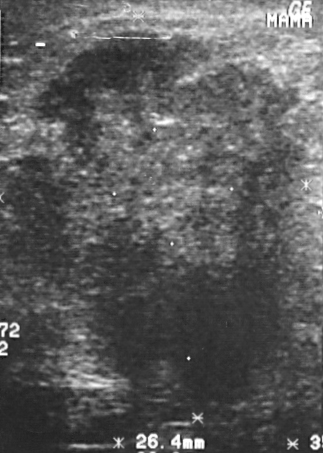
Breast ultrasound scan.
BI-RADS assessment: 5. Pathology confirmed invasive ductal carcinoma. This mass proved malignant on biopsy or follow-up.